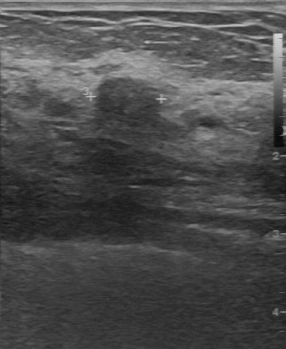
Imaging: B-mode breast ultrasound.
FINDINGS: BI-RADS: 3. Confirmed outcome (biopsy or follow-up): benign.
OUTCOME ON BIOPSY OR FOLLOW-UP: benign.